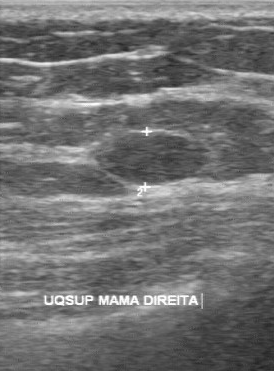
Modality: breast ultrasound image.
A lesion is seen with BI-RADS (second read): 3, original BI-RADS: 3.